B-mode breast ultrasound. Acquired on GE Logiq 5 @10-12MHz.
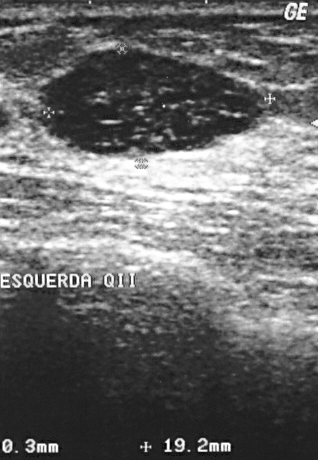
Finding: lesion, benign on biopsy or follow-up. (BI-RADS category 2.)